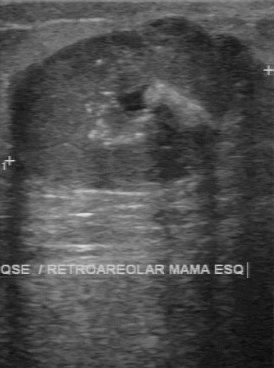
Imaging: breast ultrasound image. Acquired on GE Logiq 7 @10-14MHz.
The original reader assigned BI-RADS 4. A second, independent read describes the mass as follows. Boundary: fairly clear. There are multiple calcifications. Margin: partially regular. Echo pattern: heterogeneous. Histopathology: invasive ductal carcinoma (malignant).